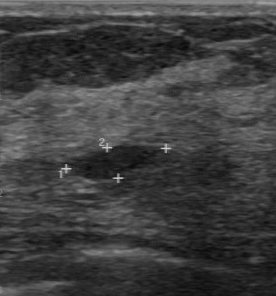
Breast ultrasound image.
The mass was assessed as BI-RADS 3 by the original reader. The following findings are from a second reader, independent of the original assessment. The mass has a regular margin. The lesion boundary is clear. Echo pattern: hypoechoic. Calcifications: none. Histopathology: hyperplasia (benign).